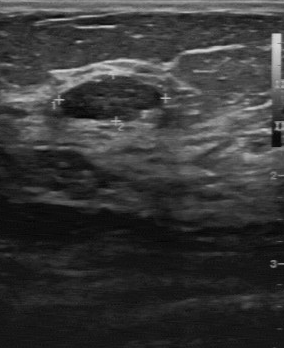
Modality: breast ultrasound scan.
Lesion characteristics:
- biopsy or follow-up result: benign
- pathology: fibroadenoma
- BI-RADS: 3